Modality: breast ultrasound image.
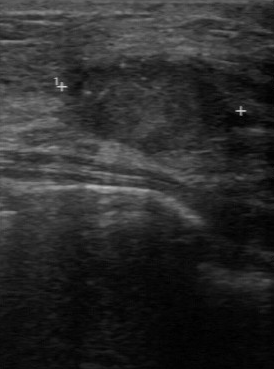
This breast ultrasound image shows a breast lesion with hypoechoic echo pattern, BI-RADS (second read): 4B.